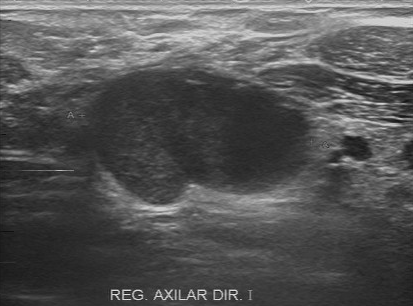
Modality: B-mode breast ultrasound.
B-mode breast ultrasound findings:
- BI-RADS: 4
- confirmed outcome (biopsy or follow-up): malignant